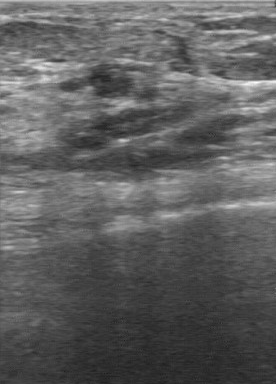
Acquired on GE Logiq 7 @10-14MHz. Modality: B-mode breast ultrasound.
Original-read BI-RADS category: 3. Descriptors from an independent second read (not the reader who assigned the category): Boundary: clear. Calcifications: none. The margin is regular. Internally the breast lesion is hypoechoic. Biopsy showed hyperplasia, a benign finding.